Imaging: breast ultrasound scan.
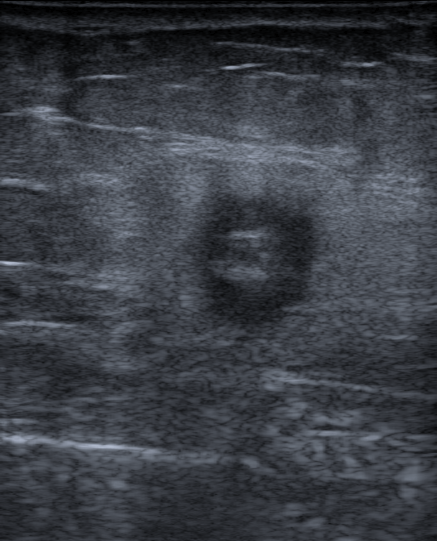
Coordinates are pixels in the 437x541 image. The lesion occupies approximately (178, 191) to (316, 332). BI-RADS 4C.